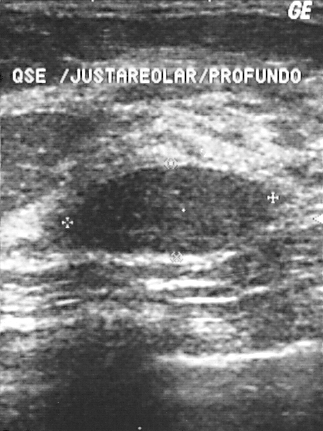
Modality: breast ultrasound. Scanner: GE Logiq 5 @10-12MHz.
Lesion characteristics:
- BI-RADS category: 2
- outcome on biopsy or follow-up: benign